Breast US.
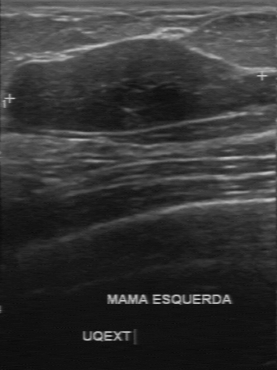
- BI-RADS category: 2